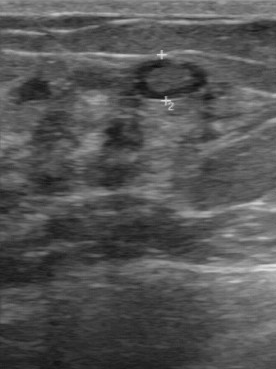
Imaging: breast ultrasound image.
The BI-RADS category is 2. Biopsy result: fibroadenoma. Biopsy or follow-up result: benign.